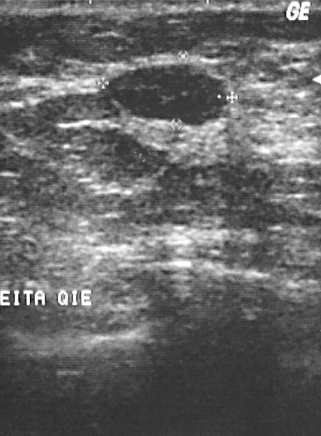
Modality: breast ultrasound image.
Lesion characteristics:
- pathology: fibroadenoma
- BI-RADS assessment: 2